Breast sonogram.
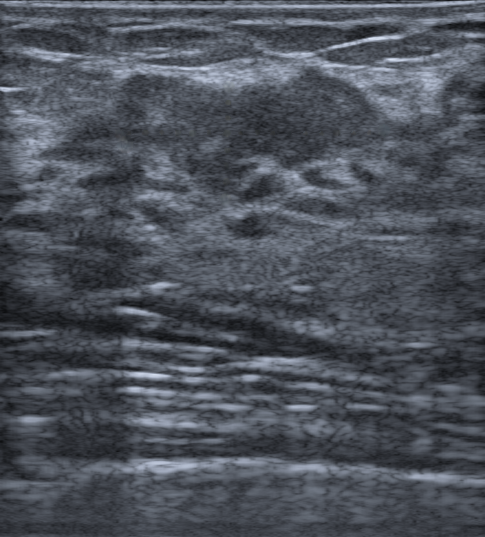
Finding: lesion, benign on biopsy or follow-up. BI-RADS 4A.